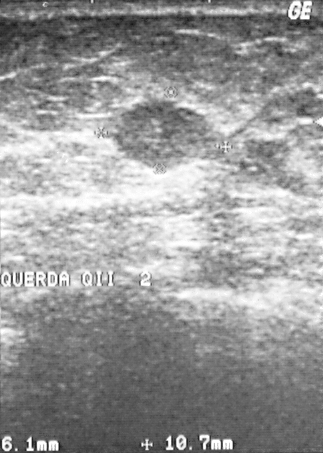
Modality: breast ultrasound.
Histopathology: papillary carcinoma (malignant). The breast lesion is assessed as BI-RADS 3. This breast lesion proved malignant on biopsy or follow-up.